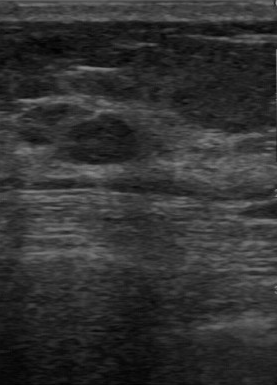
Imaging: breast US.
BI-RADS 3 in the original read. Findings on the second read (an independent reader): a hypoechoic breast lesion, margin regular, boundary clear. Biopsy showed fibroadenoma, a benign finding.